Modality: breast ultrasound. Scanner: Toshiba Aplio 300 @12-14 MHz.
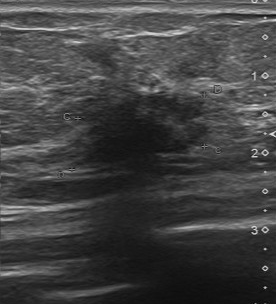
Lesion region of interest: x1=65, y1=92, x2=214, y2=170. The lesion is malignant on biopsy or follow-up.